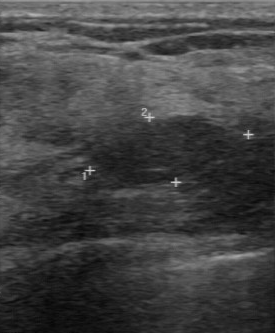
Modality: breast ultrasound image.
The breast lesion is benign on biopsy or follow-up. BI-RADS 3.